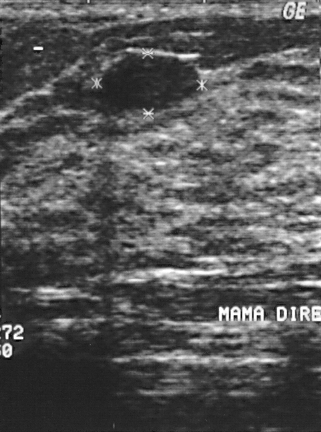
Modality: breast ultrasound.
Lesion characteristics:
- BI-RADS category: 2
- confirmed outcome (biopsy or follow-up): benign